Breast ultrasound scan.
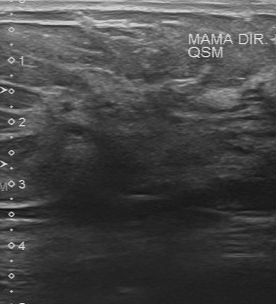
The lesion was assessed as BI-RADS 5 by the original reader.
A second, independent read describes the lesion as follows.
Margin: irregular.
The lesion boundary is unclear.
Internally the lesion is slightly hypoechoic.
There are no calcifications.
The biopsy result was invasive ductal carcinoma; the lesion is malignant.